Scanner: GE Logiq 7 @10-14MHz. Breast sonogram.
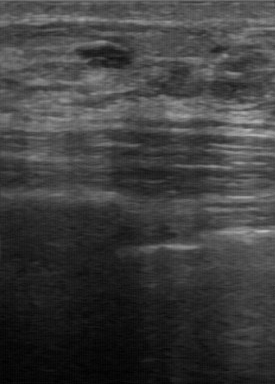
The breast lesion is benign on biopsy or follow-up. (BI-RADS category 3.)